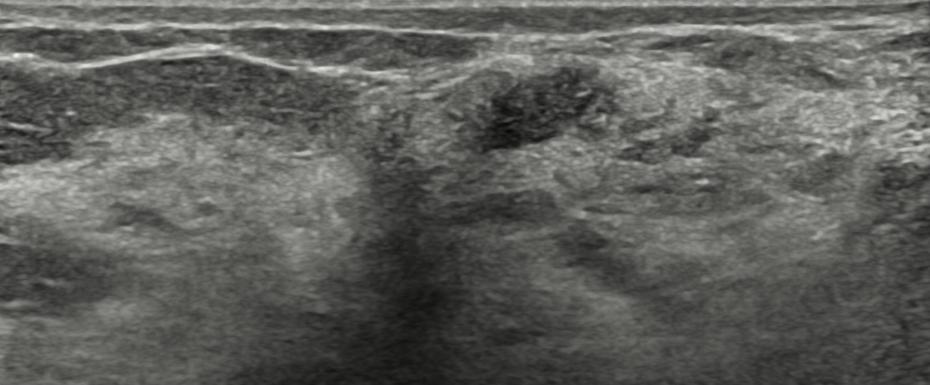
Breast sonogram.
Assigned BI-RADS 4A.
Differential on reading: Cyst filled with thick fluid; Dysplasia; Duct filled with thick fluid; Intraductal papilloma.
This breast lesion proved benign on biopsy or follow-up.
The margin is circumscribed.
No calcifications are seen.
There is no echogenic halo.
Its echo pattern is hypoechoic.
Shape: irregular.
No posterior acoustic features are seen.
Skin thickening: none.